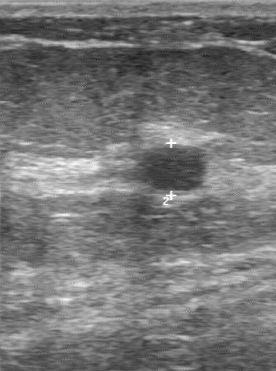
Imaging: B-mode breast ultrasound.
The mass was categorized BI-RADS 3 in the original read. On a second read by an independent reader: No calcifications are seen. Internally the mass is hypoechoic. Boundary: clear. The margin is regular. Histopathology: fibroadenoma (benign).